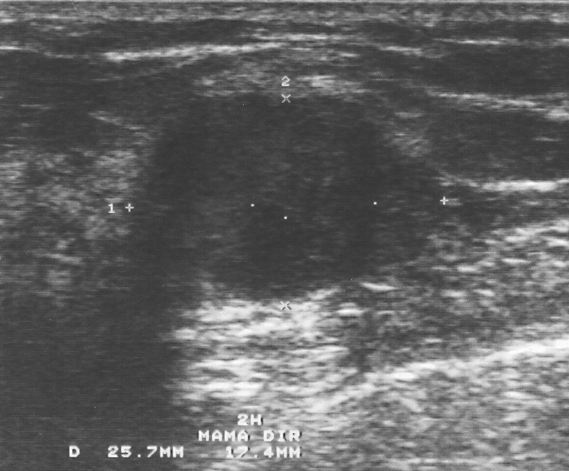
Breast ultrasound image. Acquired on GE Logiq 5 @10-12MHz.
Pixel coordinates (x1, y1, x2, y2): The mass is located within the bounding box (148, 94) to (441, 297). BI-RADS 3.